Imaging: B-mode breast ultrasound.
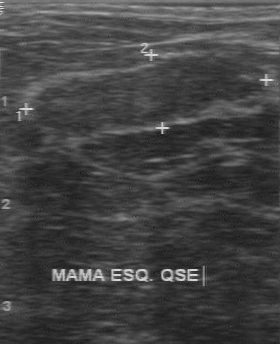
The finding was categorized BI-RADS 3 in the original read. A second reader, independent of the original assessment, describes a hypoechoic finding with a regular margin; the boundary is clear. No calcifications are seen. Histopathology: fibroadenoma (benign).